Modality: breast sonogram. Scanner: GE Logiq 5 @10-12MHz.
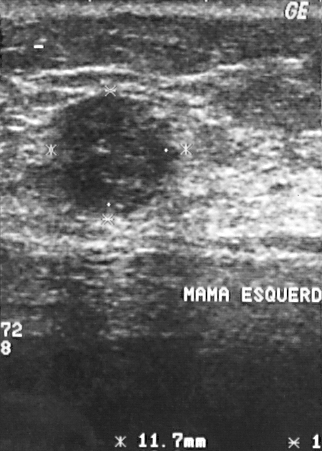
Pixel coordinates (x1, y1, x2, y2): The mass is located within the bounding box top-left (57, 93), bottom-right (176, 214). The mass is benign on biopsy or follow-up. BI-RADS 4.